Breast US. Scanner: GE Logiq 5 @10-12MHz.
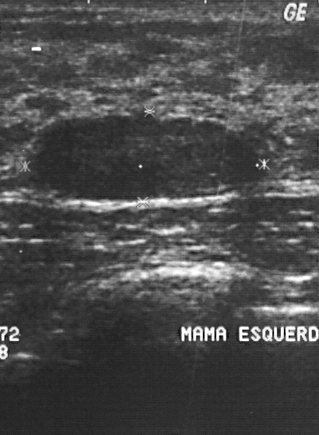
BI-RADS category 2.
The biopsy result was fibroadenoma; the breast lesion is benign.